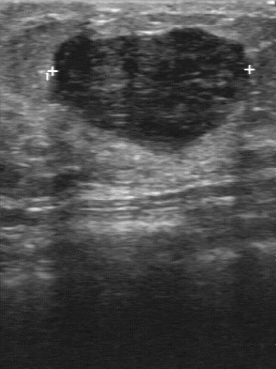
Acquired on GE Logiq 7 @10-14MHz. Breast ultrasound scan.
BI-RADS 3 in the original read. The following findings are from a second reader, independent of the original assessment. The margin is partially regular. Its boundary is clear. Echo pattern: slightly hypoechoic. There are no calcifications. The biopsy result was phyllodes tumor; the lesion is benign.